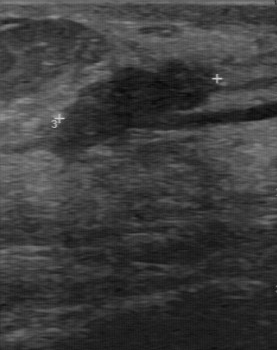
Imaging: B-mode breast ultrasound.
The lesion was assessed as BI-RADS 4 by the original reader.
Descriptors from an independent second read (not the reader who assigned the category):
The lesion has a regular margin.
Its boundary is clear.
Echo pattern: hypoechoic.
No calcifications are seen.
Biopsy showed fibroadenoma, a benign finding.